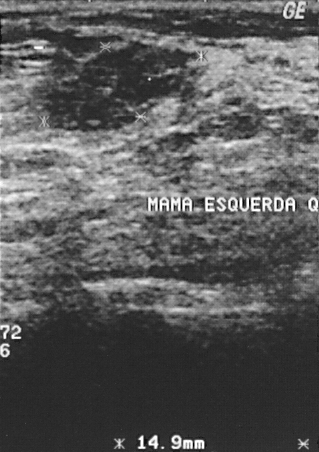
Breast ultrasound image.
Assigned BI-RADS 3.
Outcome on biopsy or follow-up: benign.
Biopsy showed fibroadenoma, a benign finding.